Breast US. Acquired on GE Logiq 5 @10-12MHz.
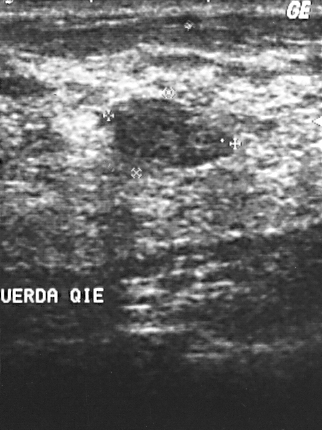
The finding is benign on biopsy or follow-up.